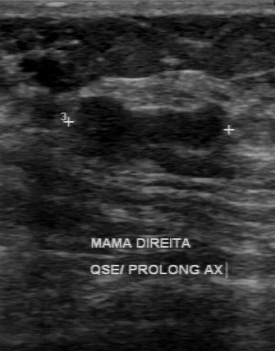
Imaging: breast ultrasound scan.
The finding was assessed as BI-RADS 4 by the original reader.
On a second read by an independent reader:
The margin is regular.
No calcifications are seen.
Its boundary is fairly clear.
The finding is hypoechoic.
Histopathology: fibroadenoma (benign).